Modality: breast ultrasound. Acquired on GE Logiq 5 @10-12MHz.
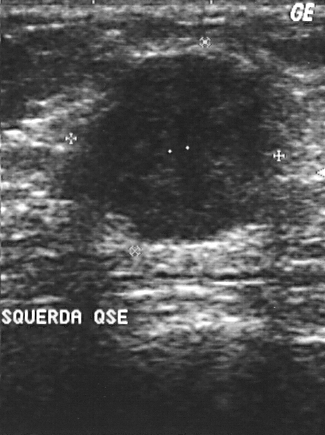
Histopathology: invasive ductal carcinoma (malignant). The lesion is assessed as BI-RADS 4. The lesion is malignant on biopsy or follow-up.